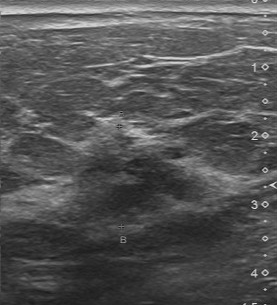
Imaging: breast US.
BI-RADS 4 in the original read; on a second read the margin is partially regular, the boundary somewhat unclear and the lesion slightly hypoechoic. The biopsy result was invasive ductal carcinoma; the lesion is malignant.